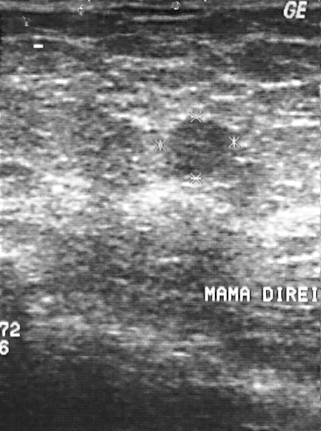
Modality: breast ultrasound.
(coordinates in a 321x431 pixel frame) The breast lesion is located within the bounding box [157, 117, 233, 179]. The breast lesion is benign on biopsy or follow-up.